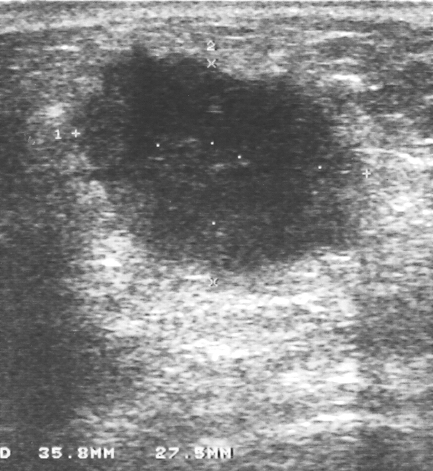
Imaging: B-mode breast ultrasound.
Biopsy showed invasive lobular carcinoma, a malignant finding. Assigned BI-RADS 4.